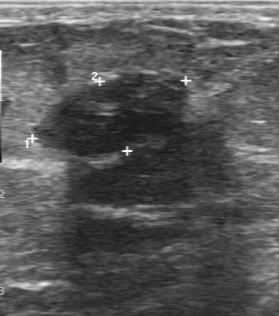
B-mode breast ultrasound.
A breast lesion is seen with BI-RADS on independent re-read: 3, BI-RADS (first reader): 2.